Modality: breast ultrasound.
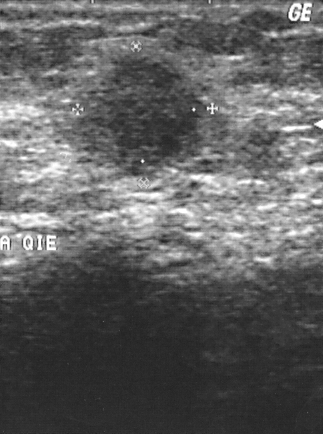
A lesion is present on this breast ultrasound. Assessment: BI-RADS 4. Biopsy showed invasive ductal carcinoma, a malignant finding.